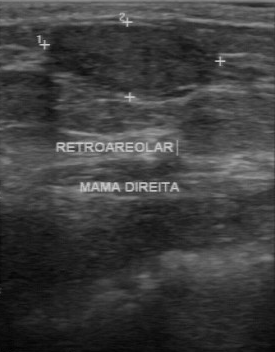
Breast US.
Lesion characteristics:
- BI-RADS category: 2
- biopsy result: fibroadenoma